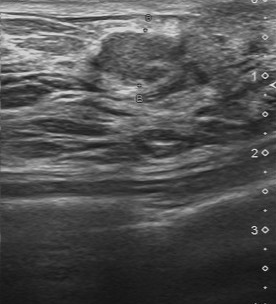
Scanner: Toshiba Aplio 300 @12-14 MHz. Breast ultrasound scan.
FINDINGS: Breast ultrasound scan. Contour: partially regular. Calcifications: none. Confirmed outcome (biopsy or follow-up): malignant. Lesion boundary: fairly clear. Internal echoes: slightly hypoechoic.
OUTCOME ON BIOPSY OR FOLLOW-UP: malignant.